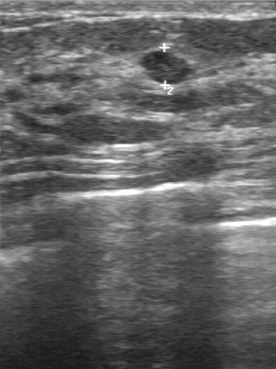
Modality: breast US. Acquired on GE Logiq 7 @10-14MHz.
The lesion demonstrates biopsy result: fibroadenoma, BI-RADS category: 3.